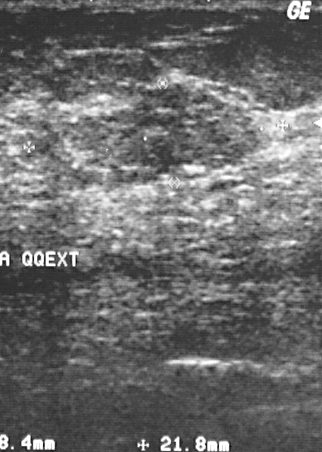
Imaging: breast ultrasound scan.
A finding is seen with BI-RADS category: 3, histopathology: sclerosing adenosis.